Breast ultrasound scan.
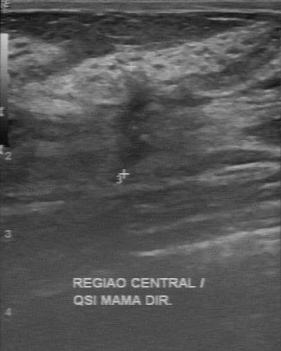
FINDINGS: BI-RADS (first reader): 4. Lesion margin: irregular. Boundary: unclear. Outcome on biopsy or follow-up: benign. BI-RADS (second read): 4A. Internal echoes: slightly hypoechoic.
OUTCOME ON BIOPSY OR FOLLOW-UP: benign.